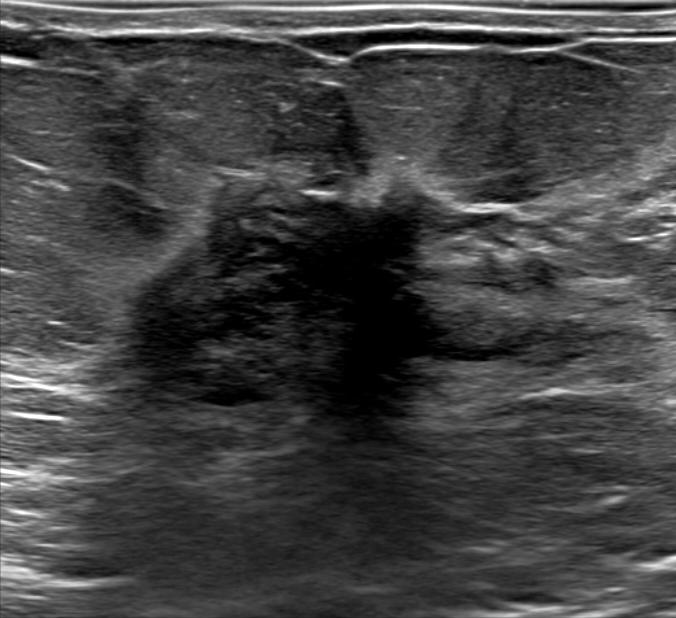
Imaging: breast ultrasound.
Biopsy or follow-up result: malignant. BI-RADS 5.